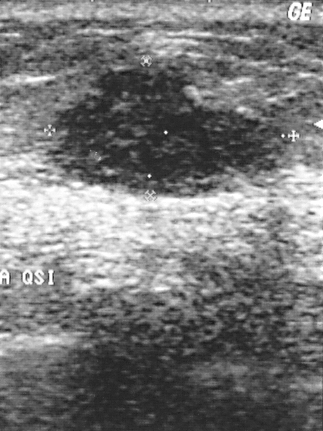
Modality: breast US.
FINDINGS: Confirmed outcome (biopsy or follow-up): malignant. Biopsy result: invasive ductal carcinoma. BI-RADS assessment: 2.
OUTCOME ON BIOPSY OR FOLLOW-UP: malignant.